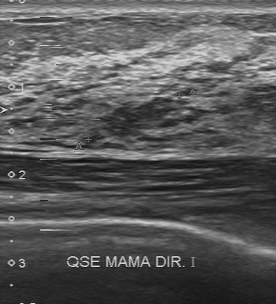
B-mode breast ultrasound.
Coordinates are pixels in the 276x304 image. Segment the mass: bounding box [83, 95, 205, 147]. The mass is benign on biopsy or follow-up. BI-RADS 4.